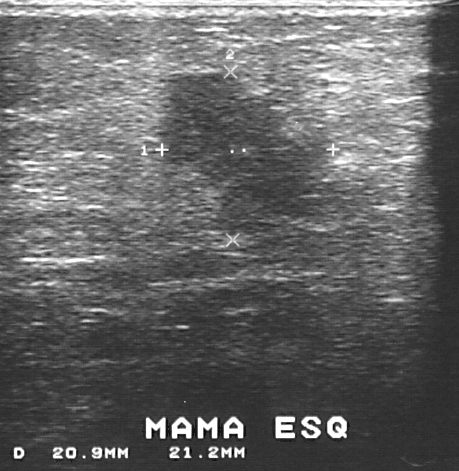
Imaging: breast ultrasound scan. Scanner: GE Logiq 5 @10-12MHz.
Lesion region of interest: (150,73)-(332,241). BI-RADS 4.